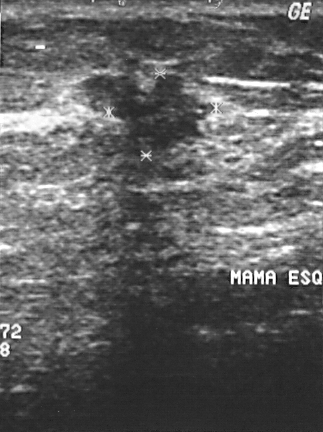
Acquired on GE Logiq 5 @10-12MHz. Imaging: breast US.
This breast US shows a lesion. Assessment: BI-RADS 4. Biopsy showed invasive lobular carcinoma, a malignant finding.